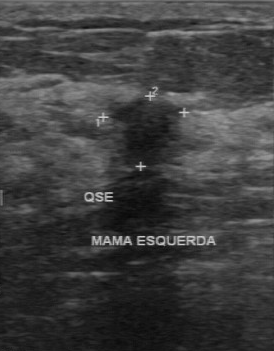
Imaging: breast US.
FINDINGS: BI-RADS: 4. Pathology: lobular carcinoma in situ.
OUTCOME ON BIOPSY OR FOLLOW-UP: malignant.